Modality: breast sonogram.
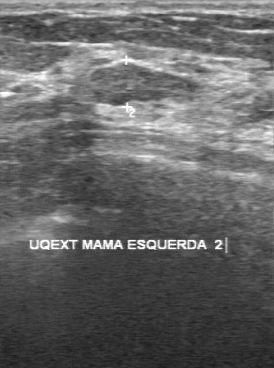
Finding: breast lesion, benign on biopsy or follow-up. BI-RADS 3.